Imaging: breast US.
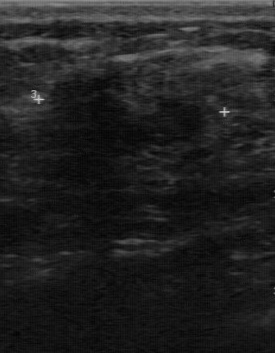
- BI-RADS (second read): 3
- calcifications: absent
- boundary: clear
- confirmed outcome (biopsy or follow-up): benign
- internal echoes: hypoechoic
- margin: regular